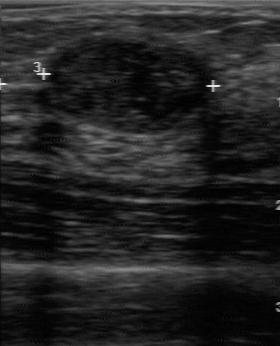
Modality: breast ultrasound scan.
The mass occupies approximately (39, 38) to (215, 136). The mass is benign on biopsy or follow-up.